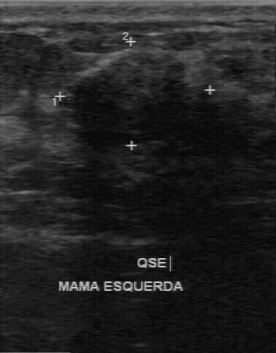
Imaging: B-mode breast ultrasound.
Outcome on biopsy or follow-up is benign. BI-RADS is 3.